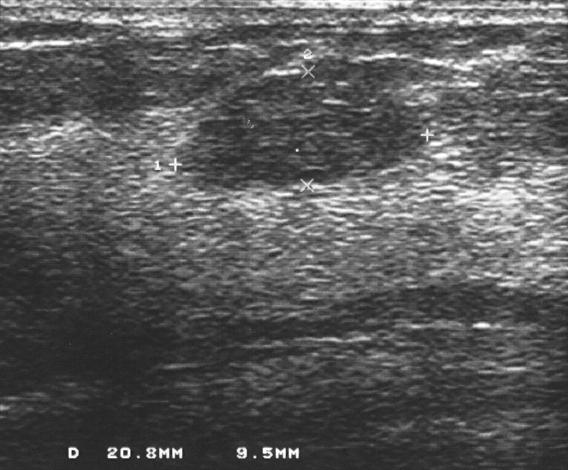
Imaging: B-mode breast ultrasound. Acquired on GE Logiq 5 @10-12MHz.
The breast lesion is located within the bounding box top-left (181, 76), bottom-right (427, 192).